Breast sonogram.
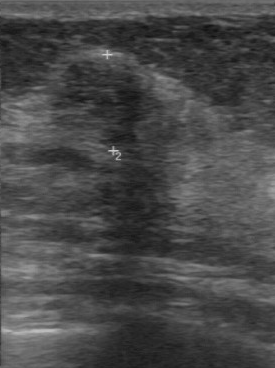
The lesion is located within the bounding box x1=51, y1=61, x2=157, y2=147. BI-RADS 4.